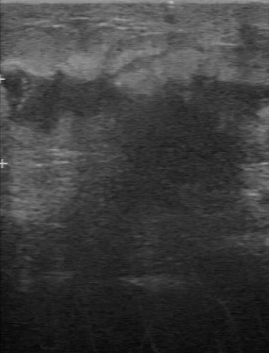
Breast ultrasound.
FINDINGS: Original BI-RADS: 5. Second-reader BI-RADS: 5. Outcome on biopsy or follow-up: malignant. Lesion margin: irregular.